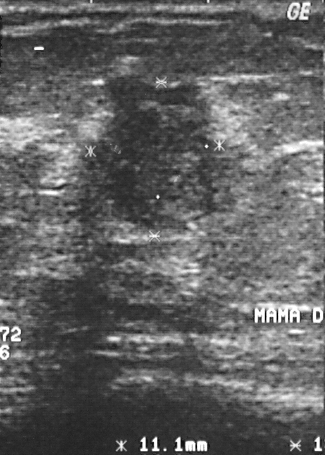
Imaging: breast US.
A mass is seen. It was assessed as BI-RADS 4. The biopsy result was invasive ductal carcinoma; the mass is malignant.